Imaging: breast sonogram.
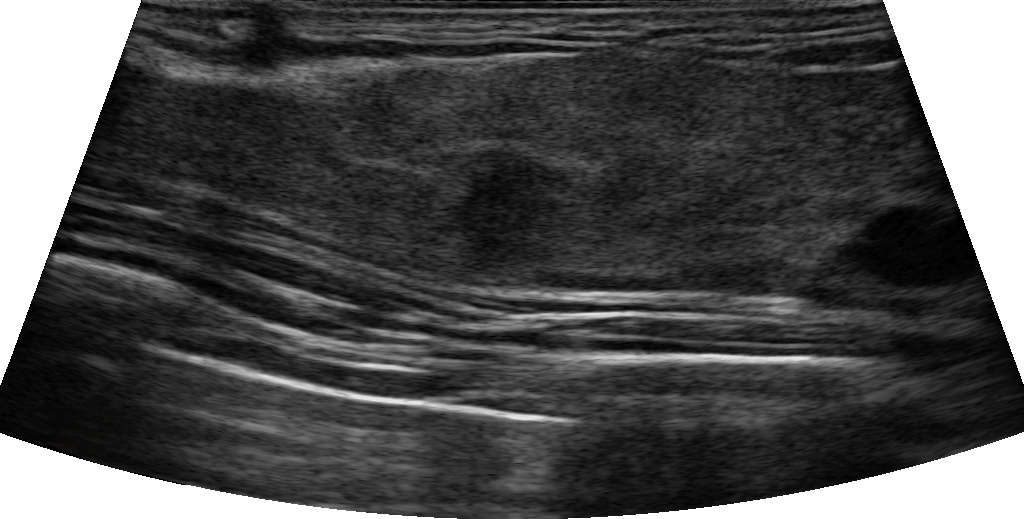
There is an irregular lesion that is hypoechoic, with indistinct margins. There is posterior acoustic shadowing. Calcifications are present within the mass. Echogenic halo: absent. BI-RADS 4B; benign on biopsy or follow-up. Radiologist's impression: Suspicion of malignancy; Dysplasia.